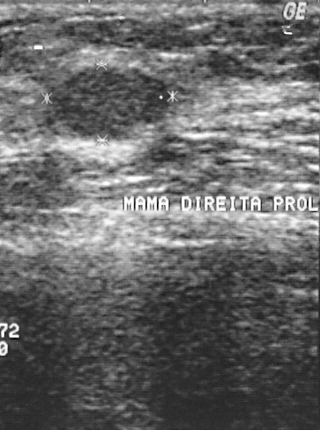
Modality: breast ultrasound image.
Biopsy or follow-up result: benign. BI-RADS 2.